Modality: breast ultrasound image.
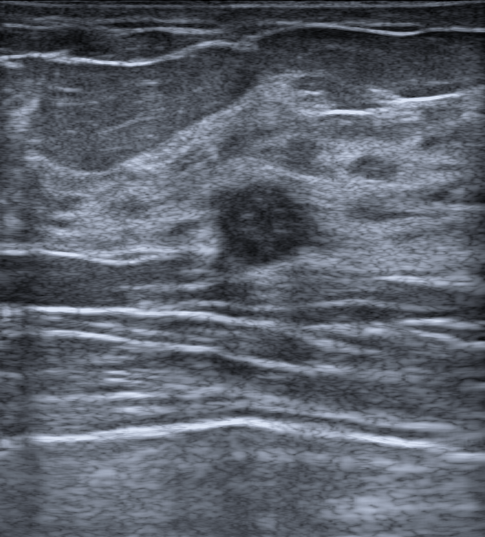
Finding: breast lesion, benign on biopsy or follow-up.